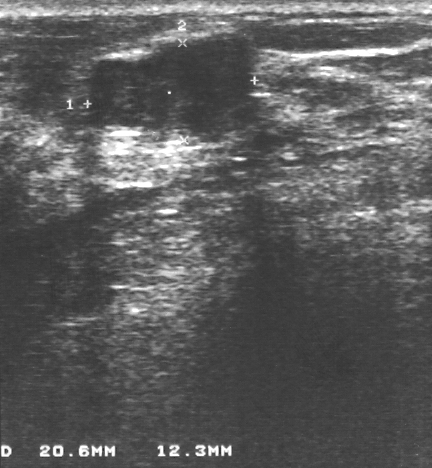
Imaging: breast ultrasound.
Outcome on biopsy or follow-up: benign.